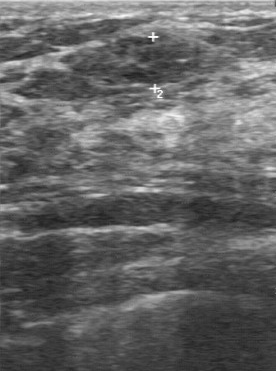
Modality: breast US.
The mass demonstrates BI-RADS assessment: 3, biopsy or follow-up result: benign.